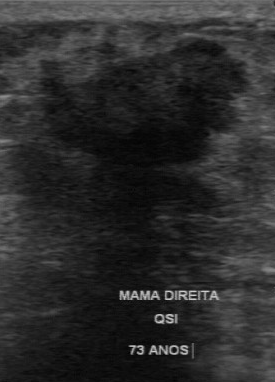
Acquired on GE Logiq 7 @10-14MHz. Imaging: breast sonogram.
BI-RADS (first reader): 4. Pathology is invasive ductal carcinoma. BI-RADS (second read): 4C. Boundary: unclear. The lesion margin is irregular. The outcome on biopsy or follow-up is malignant. There are no calcifications.